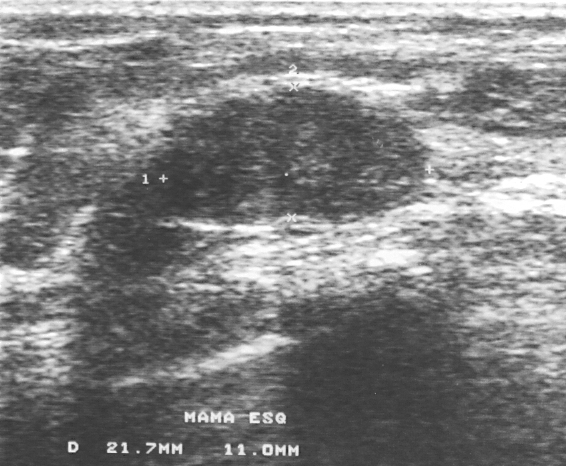
Modality: breast ultrasound.
Coordinates are pixels in the 566x466 image. The mass is located within the bounding box [141, 87, 423, 224]. The mass is benign on biopsy or follow-up.